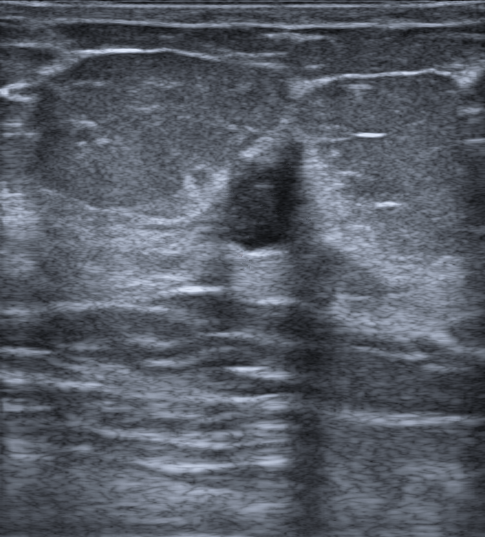
Modality: breast sonogram.
A mass is seen with verification: confirmed by biopsy, posterior features: absent, skin thickening: none, biopsy or follow-up result: benign, hypoechoic echogenicity, not circumscribed - microlobulated and indistinct lesion margin, echogenic halo: absent, BI-RADS category: 4B, histopathology: Fibrosclerosis, calcifications: absent, irregular lesion shape.